Acquired on GE Logiq 5 @10-12MHz. Breast ultrasound image.
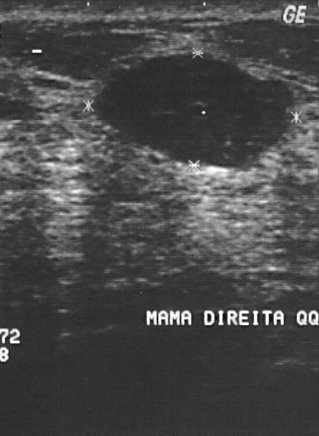
A breast lesion is seen with BI-RADS category: 2, biopsy result: fibroadenoma, confirmed outcome (biopsy or follow-up): benign.